Breast ultrasound image.
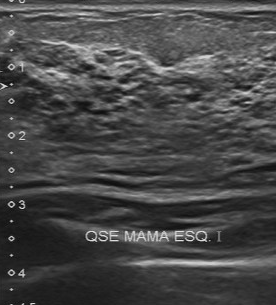
Finding: lesion, malignant on biopsy or follow-up.